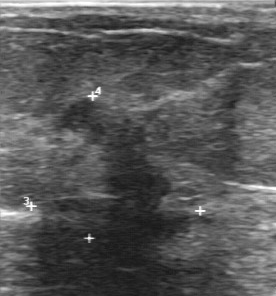
Breast ultrasound scan.
Original-read BI-RADS category: 5. On a second read by an independent reader: The margin is irregular. Its boundary is unclear. The lesion is slightly hypoechoic. No calcifications are seen. Histopathology: invasive ductal carcinoma (malignant).